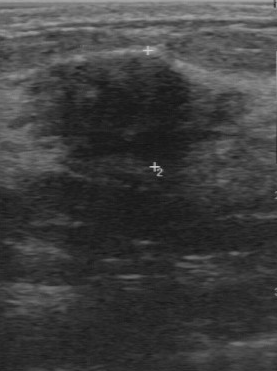
Breast ultrasound image.
The original reader assigned BI-RADS 4. A second, independent read describes the lesion as follows. The margin is regular. The lesion boundary is fairly clear. Internally the lesion is hypoechoic. No calcifications are seen. The biopsy result was fibrocystic changes; the lesion is benign.